Acquired on GE Logiq 7 @10-14MHz. Imaging: breast ultrasound scan.
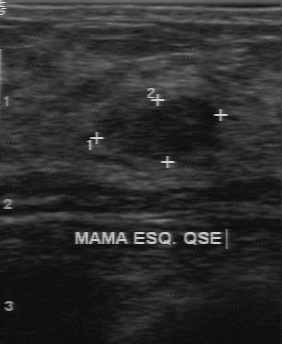
The mass is benign on biopsy or follow-up.